Imaging: breast ultrasound scan.
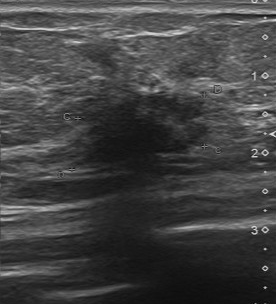
Breast ultrasound scan findings:
- BI-RADS: 5
- histopathology: invasive ductal carcinoma
- biopsy or follow-up result: malignant